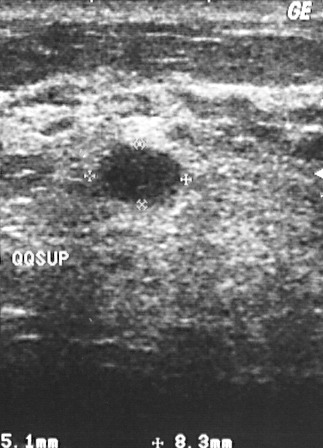
Scanner: GE Logiq 5 @10-12MHz. Imaging: breast ultrasound.
This breast ultrasound shows a lesion, benign on biopsy or follow-up.